Modality: breast ultrasound.
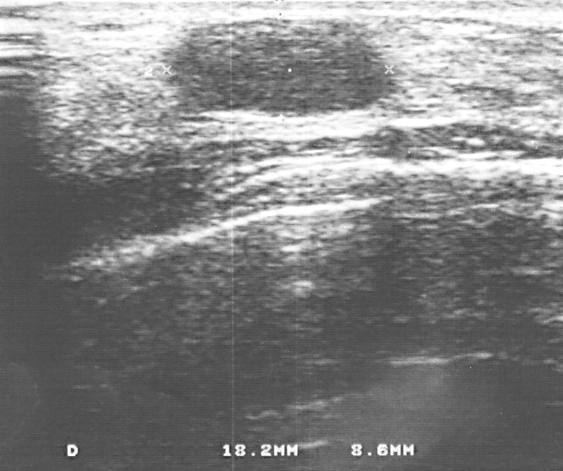
A lesion is present on this breast ultrasound. Assessment: BI-RADS 2. Histopathology: fibroadenoma (benign).